Modality: breast sonogram.
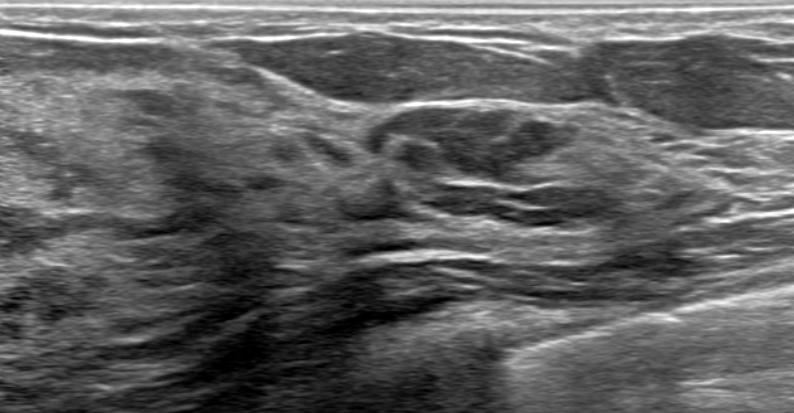
An irregular, isoechoic finding with a circumscribed margin is seen. There are no posterior acoustic features. No calcifications are seen. No echogenic halo is seen. BI-RADS assessment: 4A; biopsy or follow-up result: benign. Differential on reading: Dysplasia. Histopathology: Benign mammary dysplasia.